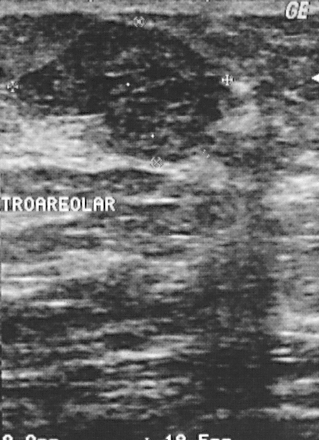
Breast ultrasound scan.
The breast lesion is located within the bounding box x1=18, y1=22, x2=208, y2=161. The breast lesion is benign on biopsy or follow-up. BI-RADS 2.